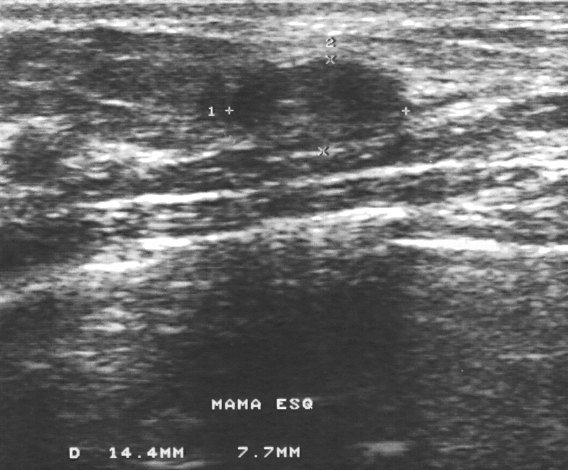
Imaging: breast US.
Biopsy or follow-up result: benign. BI-RADS 3.